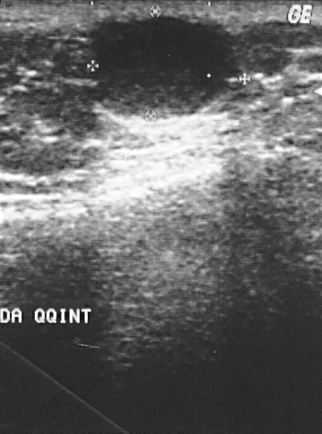
Imaging: breast ultrasound image.
Outcome on biopsy or follow-up: benign. BI-RADS 2.